Scanner: GE Logiq 5 @10-12MHz. Imaging: breast ultrasound.
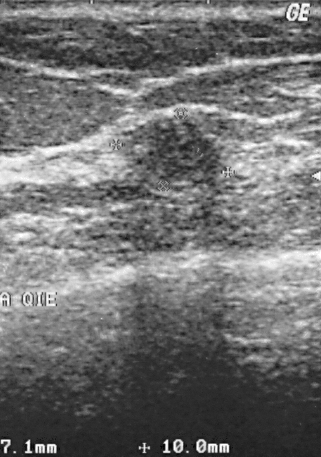
A finding is seen. BI-RADS category 2. Pathology confirmed benign fibroadenoma.